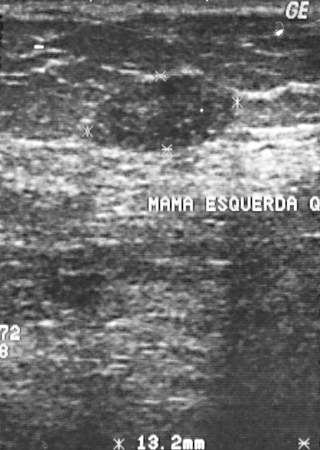
Imaging: breast sonogram.
The mass demonstrates BI-RADS assessment: 2.